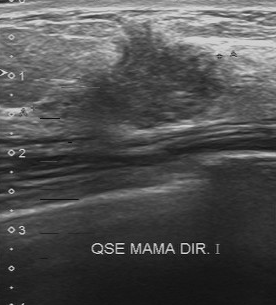
Imaging: breast sonogram.
A breast lesion is seen with BI-RADS category: 4.